Breast ultrasound image.
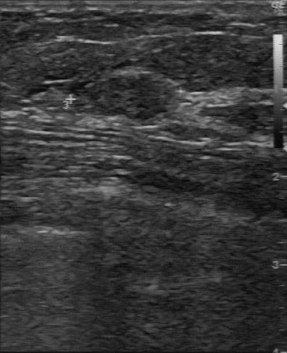
The finding was assessed as BI-RADS 3 by the original reader. A second reader, independent of the original assessment, describes a slightly hypoechoic finding with a regular margin; the boundary is clear. No calcifications are seen. The biopsy result was invasive ductal carcinoma; the finding is malignant.